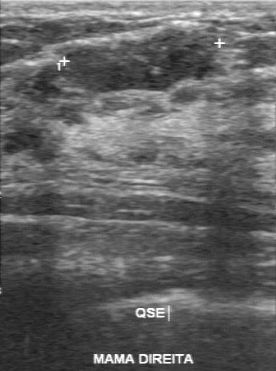
Breast ultrasound scan. Scanner: GE Logiq 7 @10-14MHz.
BI-RADS 3 in the original read. On a second, independent read, a lesion with a regular margin and a clear boundary is seen; it is hypoechoic. Pathology confirmed benign fibroadenoma.